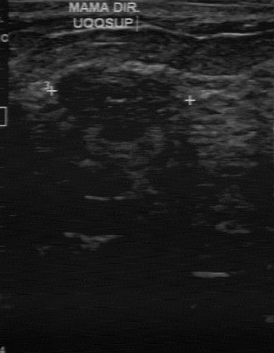
Modality: B-mode breast ultrasound.
Echo pattern: slightly hypoechoic. No calcifications are seen. The lesion margin is partially regular. The lesion boundary is somewhat unclear.